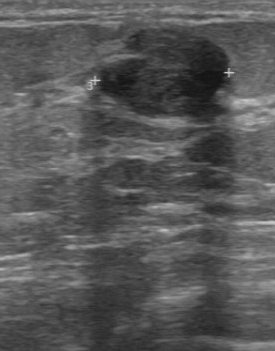
Modality: breast sonogram.
Original-read BI-RADS category: 3.
The following findings are from a second reader, independent of the original assessment.
Calcifications: none.
The breast lesion has a regular margin.
Echo pattern: hypoechoic.
The lesion boundary is clear.
Histopathology: fibroadenoma (benign).